Modality: breast ultrasound.
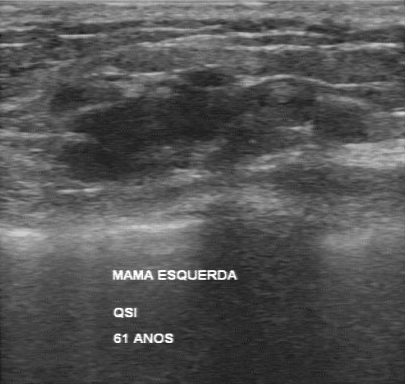
BI-RADS 4 in the original read. On a second read by an independent reader: The margin is regular. Its boundary is clear. The finding is hypoechoic. Calcifications: none. The biopsy result was adenocarcinoma; the finding is malignant.